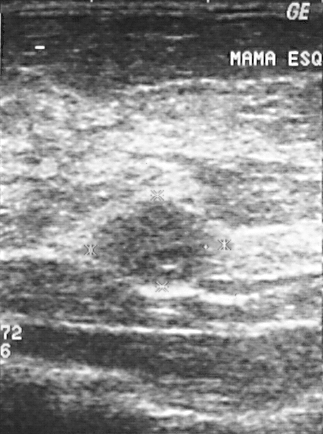
Imaging: B-mode breast ultrasound.
Coordinates are pixels in the 323x434 image. Lesion region of interest: (91, 200) to (217, 288). BI-RADS 4.